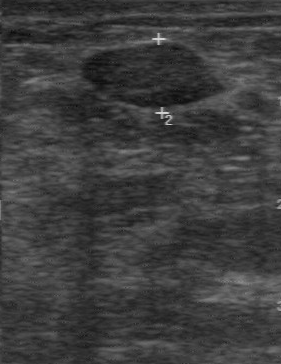
Breast ultrasound image.
The original reader assigned BI-RADS 2. The following findings are from a second reader, independent of the original assessment. Its boundary is clear. Echo pattern: hypoechoic. Calcifications: none. The margin is regular. The biopsy result was fibroadenoma; the finding is benign.